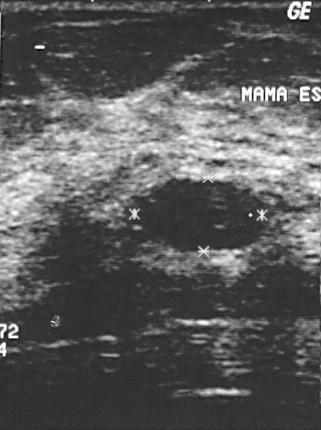
Imaging: breast ultrasound image.
A lesion is present on this breast ultrasound image. It was assessed as BI-RADS 2. Histopathology: fibrocystic changes (benign).